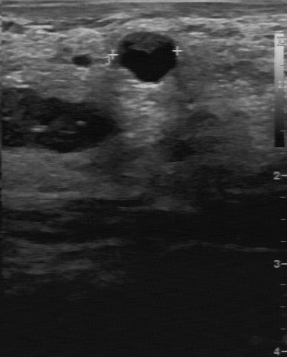
Imaging: breast ultrasound.
This breast ultrasound shows a finding with clear boundary, BI-RADS (first reader): 2, hypoechoic internal echoes, independent BI-RADS assessment: 3.